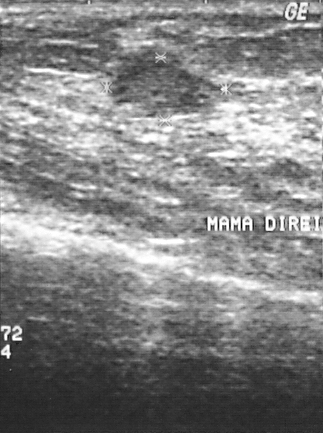
Imaging: breast ultrasound scan.
Lesion: benign on biopsy or follow-up. (BI-RADS category 3.)